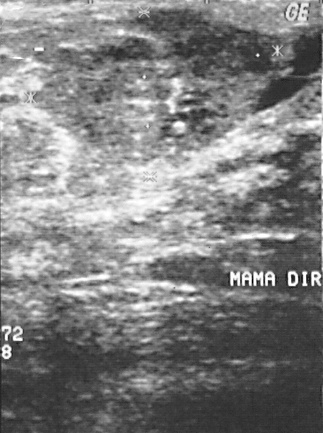
Breast ultrasound. Scanner: GE Logiq 5 @10-12MHz.
Biopsy or follow-up result: malignant.
The biopsy result was invasive ductal carcinoma; the breast lesion is malignant.
Assigned BI-RADS 4.